B-mode breast ultrasound. Scanner: GE Logiq 5 @10-12MHz.
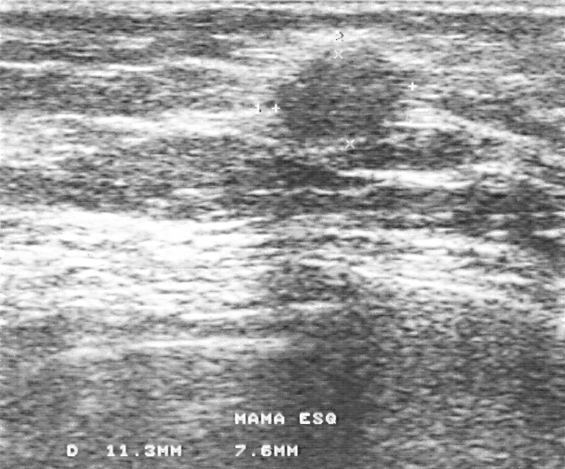
This B-mode breast ultrasound shows a lesion with biopsy or follow-up result: benign, BI-RADS: 4.